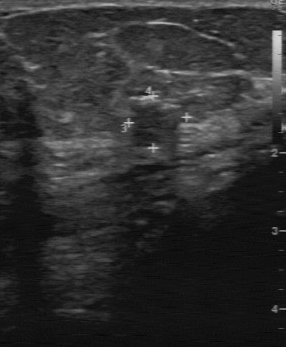
Imaging: breast ultrasound.
Lesion characteristics:
- histopathology: fibroadenoma
- lesion margin: partially regular
- echogenicity: slightly hypoechoic
- boundary: somewhat unclear
- calcifications: none